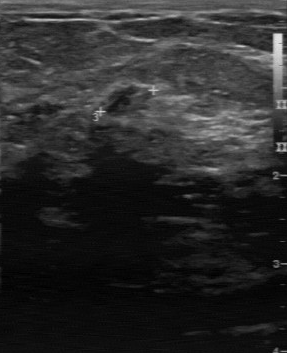
Scanner: GE Logiq 7 @10-14MHz. Breast ultrasound scan.
BI-RADS 2 in the original read.
A second, independent read describes the breast lesion as follows.
Calcifications: none.
Boundary: fairly clear.
Echo pattern: slightly hypoechoic.
Margin: regular.
Histopathology: fibroadenoma (benign).